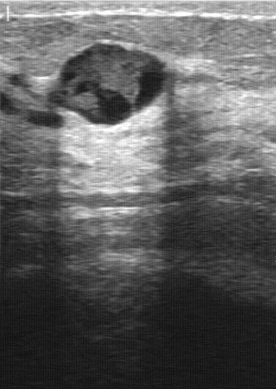
Breast sonogram.
FINDINGS: Breast sonogram. Lesion boundary: clear. Margin: regular. Calcifications: none. Echogenicity: mixed cystic and solid.